Modality: breast sonogram.
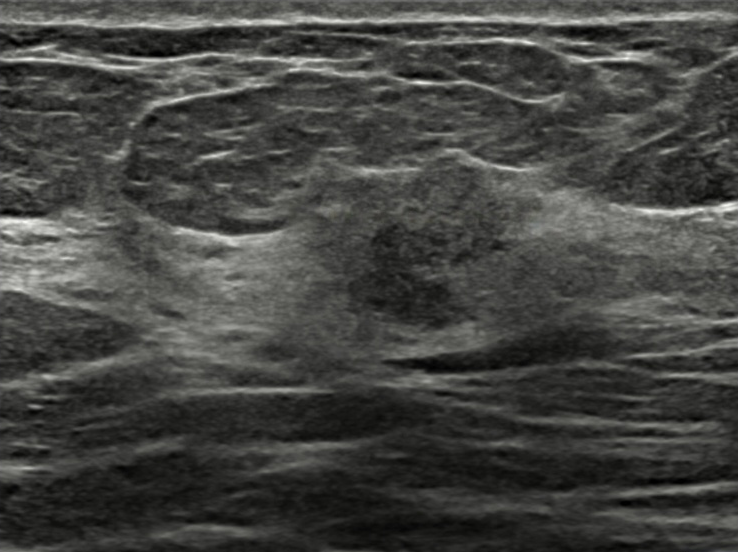
Biopsy or follow-up result: malignant.